Scanner: GE Logiq 7 @10-14MHz. Imaging: breast sonogram.
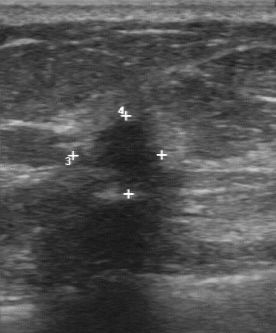
Lesion: malignant on biopsy or follow-up.